Imaging: breast US.
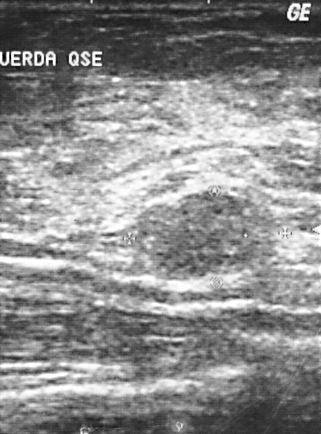
This breast US shows a lesion. BI-RADS category 4. The biopsy result was fibrocystic changes; the lesion is benign.